Breast sonogram.
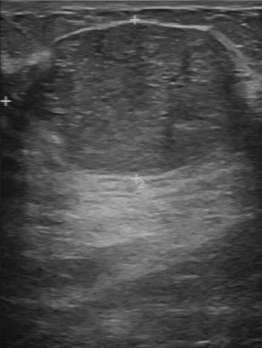
The biopsy or follow-up result is benign. BI-RADS: 3.